Imaging: breast ultrasound.
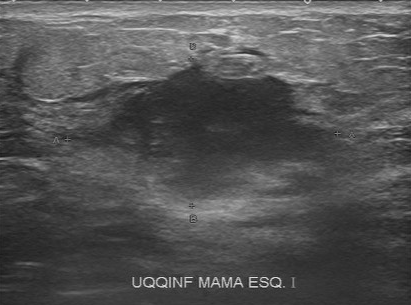
BI-RADS 5 in the original read; on a second read the margin is irregular, the boundary unclear and the breast lesion hypoechoic. The biopsy result was invasive ductal carcinoma; the breast lesion is malignant.